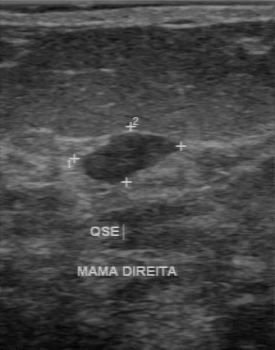
Breast ultrasound.
The finding was categorized BI-RADS 3 in the original read. Findings on the second read (an independent reader): a hypoechoic finding, margin regular, boundary clear. The finding contains multiple calcifications. The biopsy result was fibroadenoma; the finding is benign.